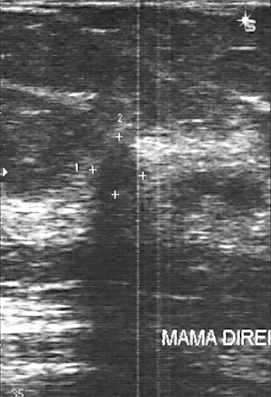
Breast ultrasound scan.
BI-RADS category 4. Biopsy showed invasive lobular carcinoma. Outcome on biopsy or follow-up: malignant.